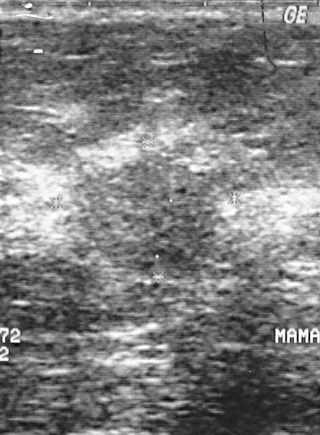
Acquired on GE Logiq 5 @10-12MHz. Imaging: breast ultrasound.
A breast lesion is present on this breast ultrasound. Assessment: BI-RADS 4. The biopsy result was intraductal papilloma; the breast lesion is benign.